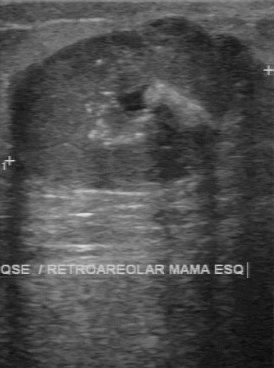
Scanner: GE Logiq 7 @10-14MHz. Modality: B-mode breast ultrasound.
BI-RADS: 4.